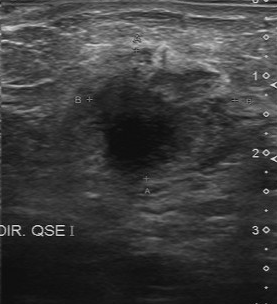
Scanner: Toshiba Aplio 300 @12-14 MHz. Breast ultrasound image.
The breast lesion is malignant on biopsy or follow-up. (BI-RADS category 5.)